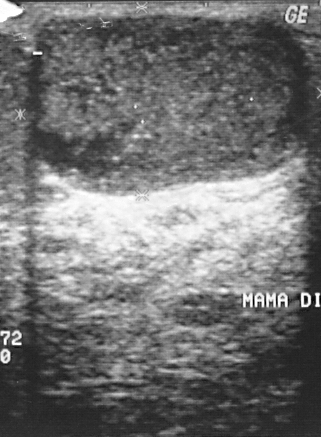
Imaging: B-mode breast ultrasound.
(coordinates in a 321x437 pixel frame) The lesion occupies approximately 21 11 320 198.